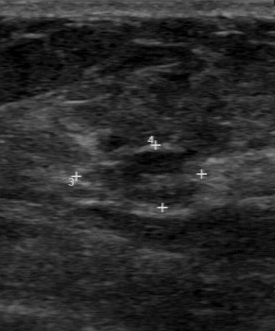
Breast ultrasound.
This breast ultrasound shows a breast lesion with outcome on biopsy or follow-up: malignant, BI-RADS assessment: 4.